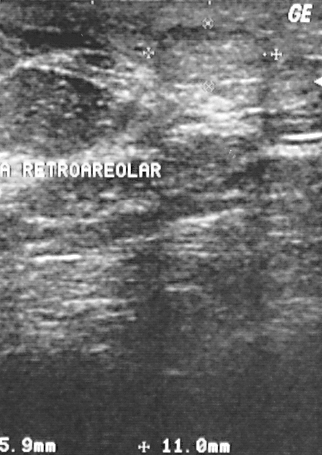
Breast sonogram.
Assigned BI-RADS 3.
Outcome on biopsy or follow-up: benign.
Biopsy showed lipoma.